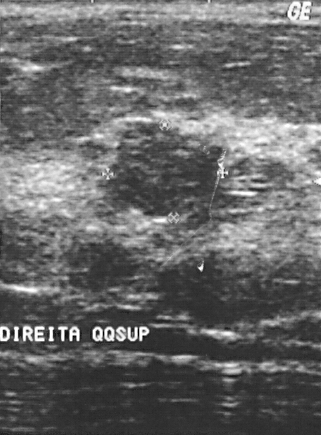
B-mode breast ultrasound.
A finding is seen. It was assessed as BI-RADS 4. The biopsy result was fibroadenoma; the finding is benign.